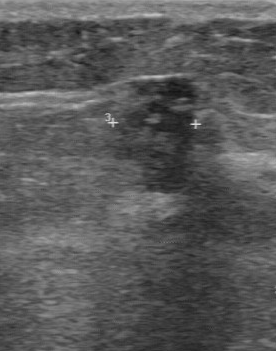
Imaging: B-mode breast ultrasound.
(coordinates in a 276x351 pixel frame) Breast lesion bounding box: (114,77)-(199,191). The breast lesion is benign on biopsy or follow-up.